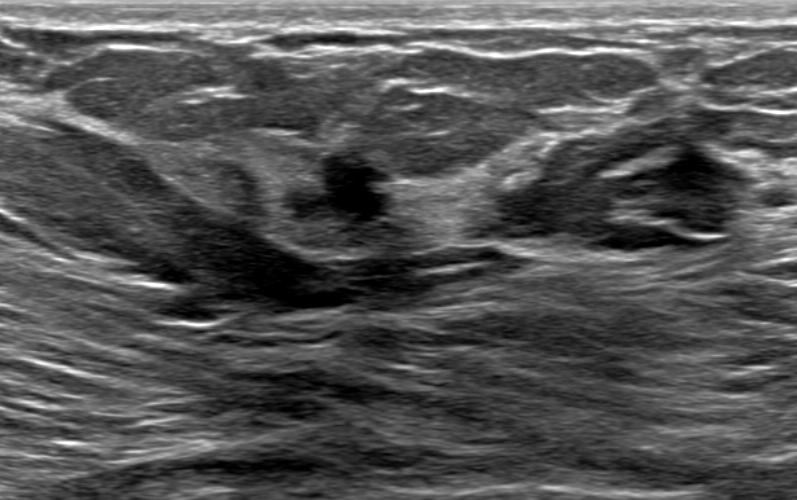
Imaging: breast ultrasound image.
An irregular, anechoic finding with angular margins is seen. There are no posterior acoustic features. No skin thickening is seen. BI-RADS 4B; benign on biopsy or follow-up. Biopsy confirmed benign mammary dysplasia.